Breast ultrasound image.
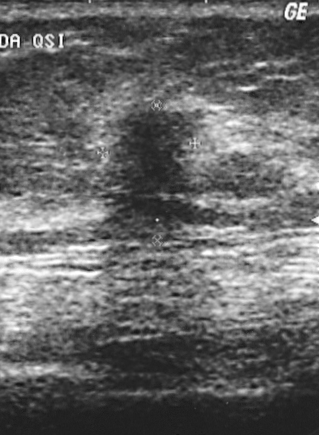
FINDINGS: BI-RADS category: 4. Pathology: invasive ductal carcinoma.
OUTCOME ON BIOPSY OR FOLLOW-UP: malignant.